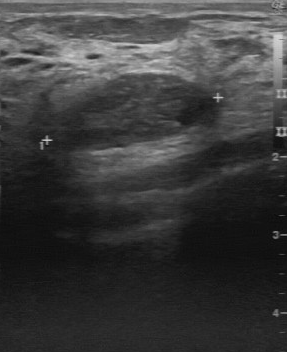
Modality: breast US.
Lesion: benign on biopsy or follow-up. (BI-RADS category 2.)